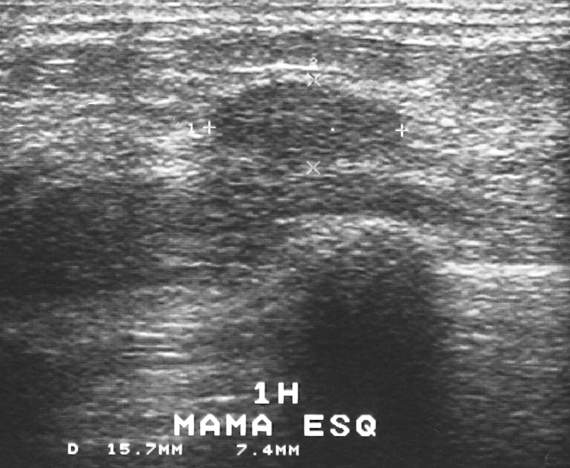
Acquired on GE Logiq 5 @10-12MHz. Breast ultrasound image.
(coordinates in a 570x468 pixel frame) The lesion occupies approximately 208 83 403 163. BI-RADS 3.